Scanner: GE Logiq 7 @10-14MHz. Breast sonogram.
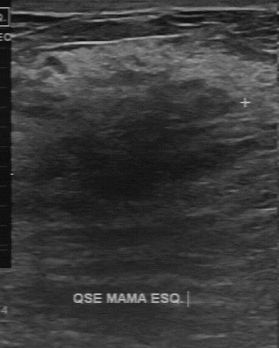
(coordinates in a 279x348 pixel frame) The breast lesion occupies approximately 40 79 259 202. The breast lesion is benign on biopsy or follow-up. BI-RADS 4.